Modality: breast ultrasound scan.
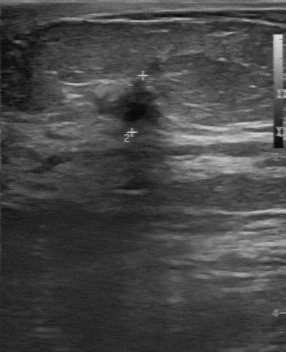
Original-read BI-RADS category: 4. Descriptors from an independent second read (not the reader who assigned the category): No calcifications are seen. The mass is hypoechoic. Margin: irregular. Its boundary is unclear. Biopsy showed invasive ductal carcinoma, a malignant finding.